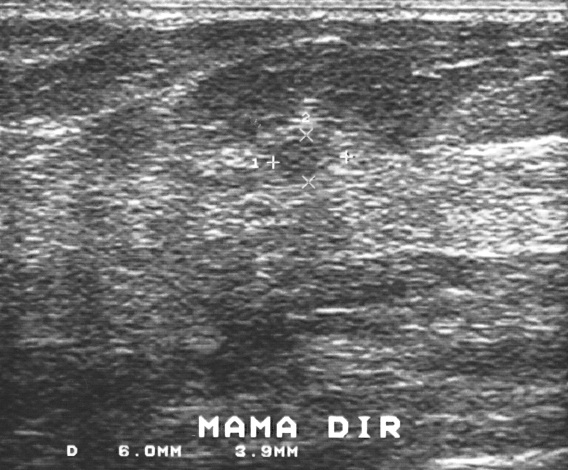
Scanner: GE Logiq 5 @10-12MHz. Modality: breast sonogram.
This breast sonogram shows a finding, benign on biopsy or follow-up.